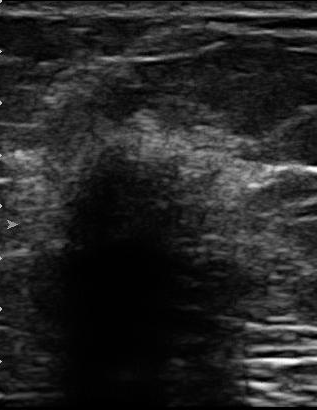
Breast ultrasound scan.
The breast lesion was categorized BI-RADS 5 in the original read. A second reader, independent of the original assessment, describes a hypoechoic breast lesion with an irregular margin; the boundary is unclear. No calcifications are seen. Pathology confirmed malignant invasive ductal carcinoma.